Breast ultrasound scan. Acquired on GE Logiq 7 @10-14MHz.
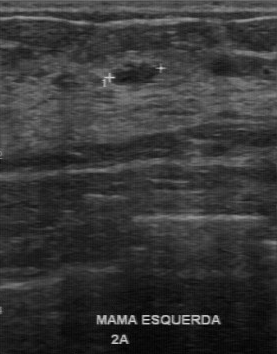
Original-read BI-RADS category: 3. Findings on the second read (an independent reader): a hypoechoic mass, margin regular, boundary clear. No calcifications are seen. Biopsy showed fibroadenoma, a benign finding.